Imaging: breast US. Acquired on GE Logiq 5 @10-12MHz.
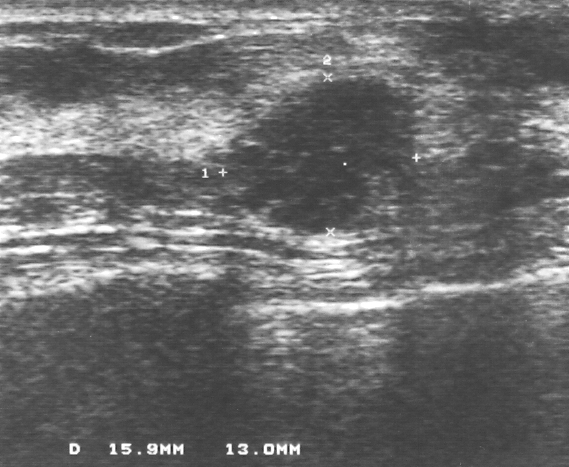
This breast US shows a lesion. It was assessed as BI-RADS 4. Pathology confirmed malignant invasive ductal carcinoma.